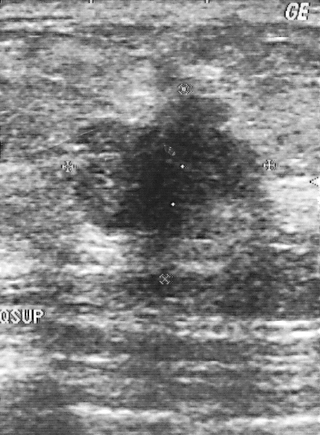
Modality: B-mode breast ultrasound.
FINDINGS: Biopsy result: invasive ductal carcinoma. BI-RADS assessment: 5.
OUTCOME ON BIOPSY OR FOLLOW-UP: malignant.